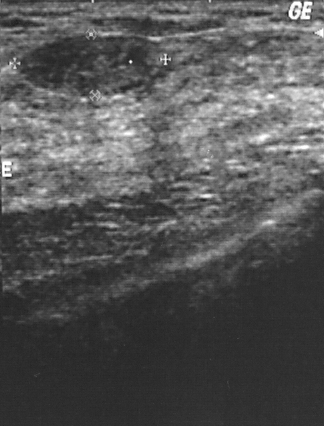
Imaging: breast ultrasound scan.
This breast ultrasound scan shows a mass, benign on biopsy or follow-up. (BI-RADS category 2.)